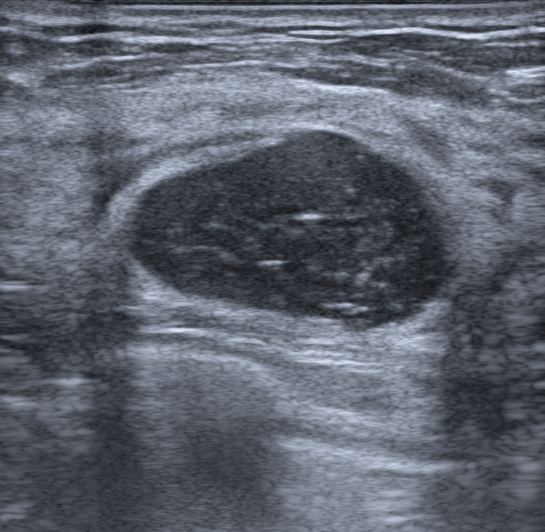
Breast ultrasound scan. Background tissue composition: homogeneous: fibroglandular.
There is an oval mass that is heterogeneous, with circumscribed margins. Posterior features: enhancement. There is no skin thickening. Calcifications: none. BI-RADS assessment: 4A; biopsy or follow-up result: benign.